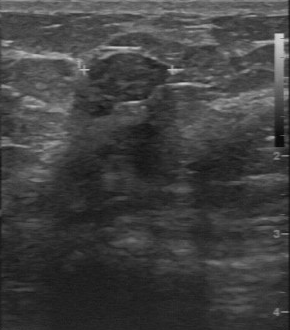
Imaging: breast ultrasound image.
BI-RADS 3 in the original read; on a second read the margin is regular, the boundary clear and the breast lesion slightly hypoechoic. Histopathology: fibroadenoma (benign).